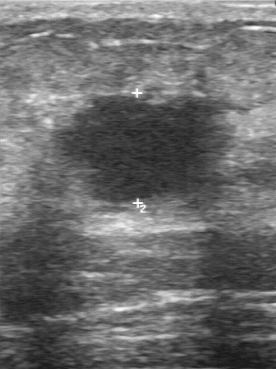
Modality: breast ultrasound image.
Biopsy or follow-up result: malignant.